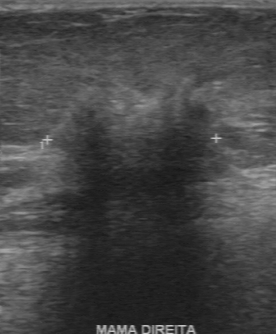
Breast ultrasound scan. Acquired on GE Logiq 7 @10-14MHz.
The breast lesion demonstrates BI-RADS assessment: 4, confirmed outcome (biopsy or follow-up): malignant, biopsy result: invasive ductal carcinoma.